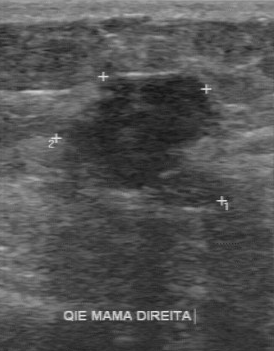
Scanner: GE Logiq 7 @10-14MHz. Modality: breast sonogram.
FINDINGS: Breast sonogram. Contour: regular. Calcifications: absent. Internal echoes: hypoechoic. Confirmed outcome (biopsy or follow-up): benign. Boundary: clear.